Imaging: breast ultrasound image.
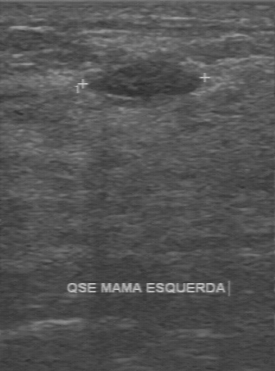
- internal echoes: hypoechoic
- lesion margin: regular
- biopsy or follow-up result: benign
- calcifications: absent
- boundary: clear